Modality: breast ultrasound. Acquired on Toshiba Aplio 300 @12-14 MHz.
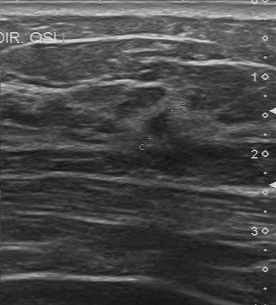
Outcome on biopsy or follow-up: malignant. BI-RADS 4.